Modality: breast ultrasound scan.
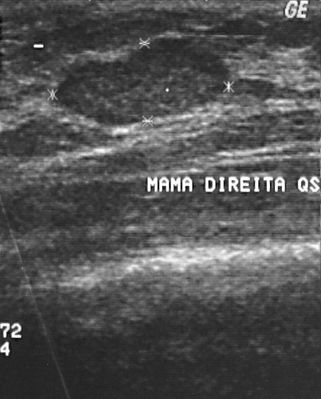
Coordinates are pixels in the 321x399 image. The lesion occupies approximately 55 39 227 126. BI-RADS 2.